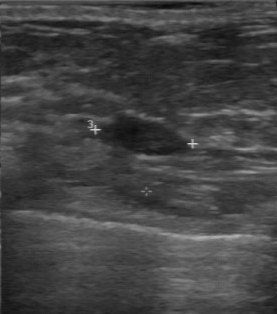
Imaging: breast ultrasound image.
(coordinates in a 277x314 pixel frame) Breast lesion bounding box: (100,117)-(186,156).